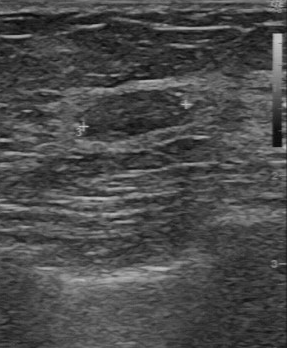
B-mode breast ultrasound.
Lesion: benign on biopsy or follow-up.